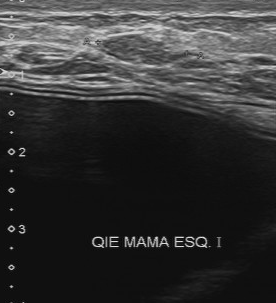
Breast ultrasound image.
BI-RADS 4 in the original read. A second reader, independent of the original assessment, describes a slightly hypoechoic mass with a regular margin; the boundary is fairly clear. No calcifications are seen. Biopsy showed hamartoma, a benign finding.